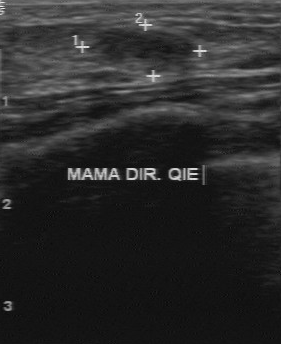
B-mode breast ultrasound.
FINDINGS: Histopathology: fibroadenoma. BI-RADS assessment: 2.
OUTCOME ON BIOPSY OR FOLLOW-UP: benign.